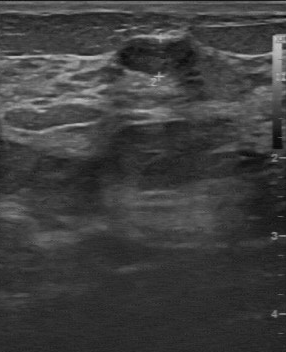
Imaging: B-mode breast ultrasound.
This B-mode breast ultrasound shows a mass with independent BI-RADS assessment: 3, original BI-RADS: 3, outcome on biopsy or follow-up: benign.